Age 70. Modality: breast ultrasound scan.
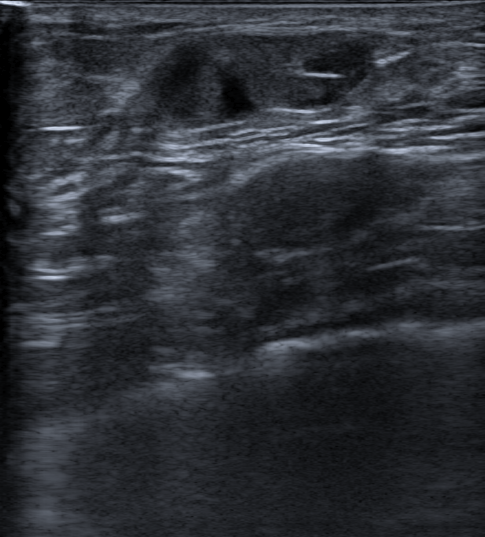
Finding: breast lesion, benign on biopsy or follow-up.